Acquired on GE Logiq 7 @10-14MHz. Modality: breast ultrasound.
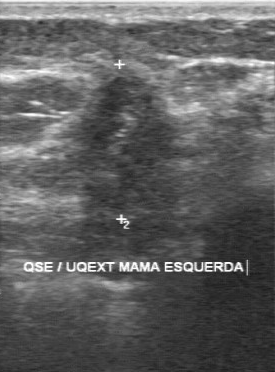
- BI-RADS category: 4
- biopsy or follow-up result: malignant